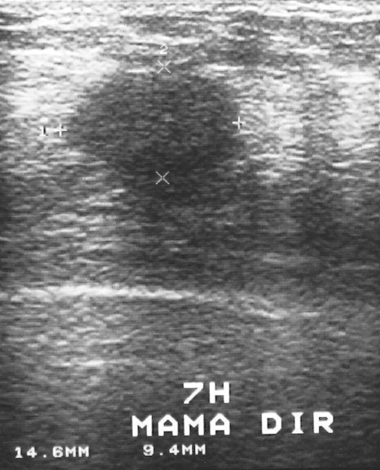
Breast ultrasound scan.
FINDINGS: BI-RADS assessment: 4.
OUTCOME ON BIOPSY OR FOLLOW-UP: malignant.